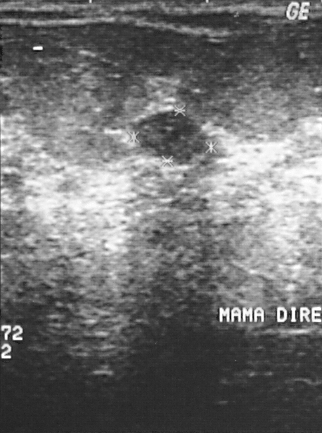
Imaging: B-mode breast ultrasound.
A lesion is seen with BI-RADS category: 2.